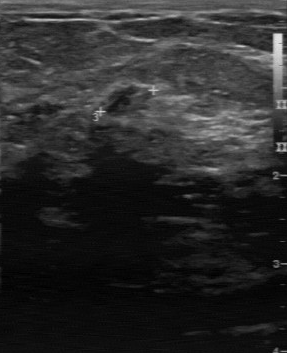
B-mode breast ultrasound.
The lesion is benign on biopsy or follow-up. BI-RADS 2.